Imaging: B-mode breast ultrasound.
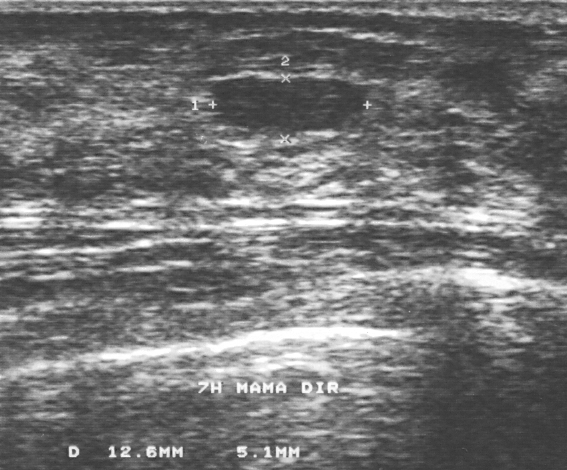
This B-mode breast ultrasound shows a breast lesion. It was assessed as BI-RADS 3. Pathology confirmed benign fibroadenoma.